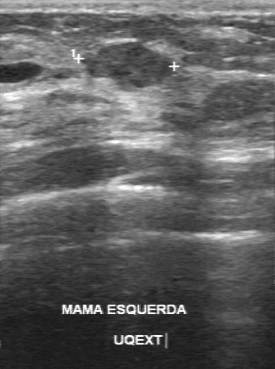
Breast ultrasound image.
The breast lesion is benign on biopsy or follow-up.